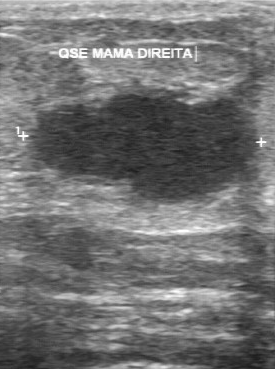
Breast sonogram.
Coordinates are pixels in the 275x369 image. The finding occupies approximately [28, 86, 261, 205]. BI-RADS 5.